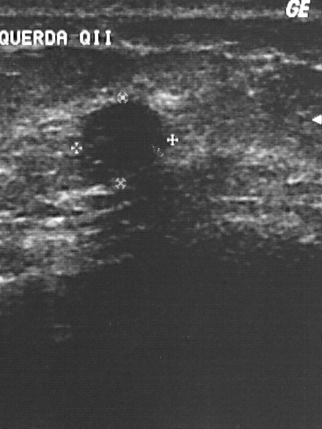
Imaging: breast ultrasound.
Mass: benign on biopsy or follow-up.